Imaging: B-mode breast ultrasound.
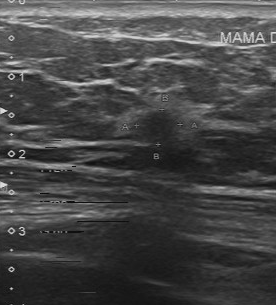
Mass: malignant on biopsy or follow-up.